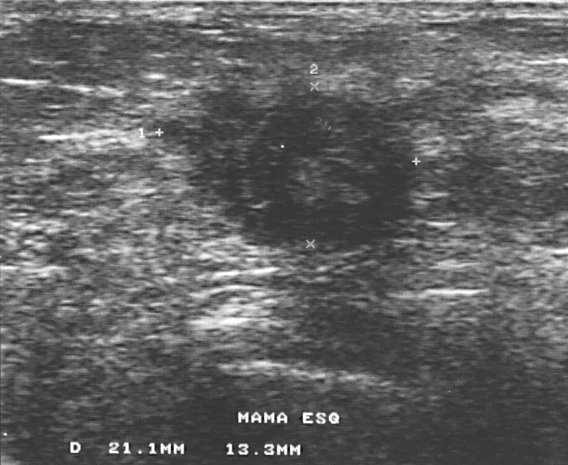
Imaging: breast ultrasound scan.
Pathology confirmed invasive ductal carcinoma.
The breast lesion is malignant on biopsy or follow-up.
BI-RADS assessment: 4.